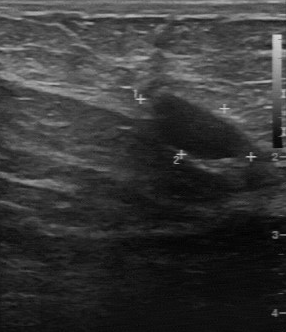
Breast sonogram.
A lesion is seen with biopsy result: mastitis, BI-RADS assessment: 2.